B-mode breast ultrasound.
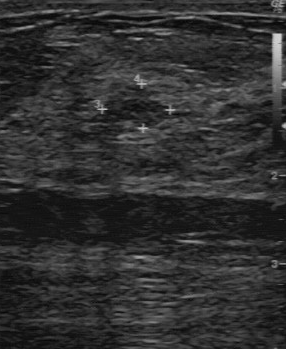
FINDINGS: Echo pattern: slightly hypoechoic. Calcifications: none. Confirmed outcome (biopsy or follow-up): benign. Lesion margin: partially regular. Boundary: somewhat unclear.